Breast ultrasound image.
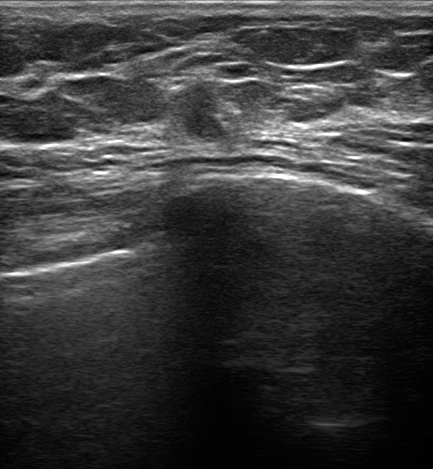
Lesion characteristics:
- calcifications: absent
- verification: confirmed by biopsy
- skin thickening: none
- lesion margin: not circumscribed - indistinct
- echogenic halo: present
- shape: irregular
- posterior acoustic features: absent
- BI-RADS assessment: 4C
- echo pattern: hypoechoic